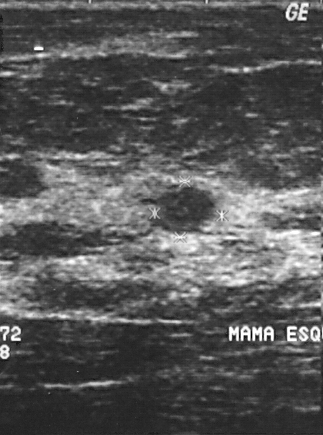
Breast ultrasound.
A lesion is present on this breast ultrasound. Assessment: BI-RADS 2. The biopsy result was sclerosing adenosis; the lesion is benign.